Breast US.
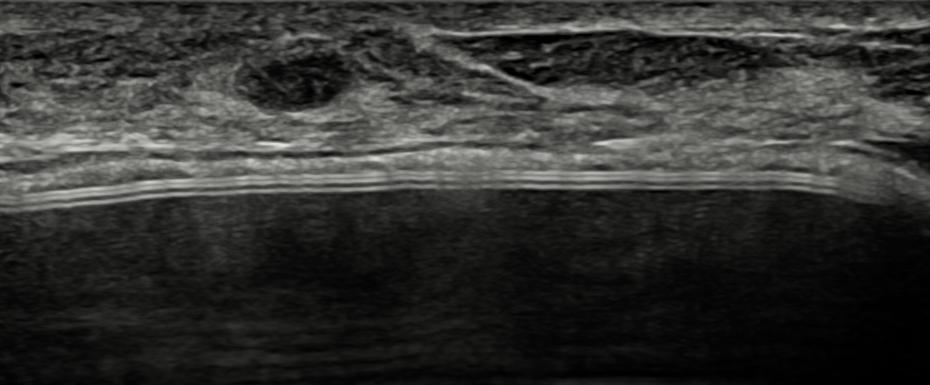
Finding: mass, benign on biopsy or follow-up. (BI-RADS category 3.)